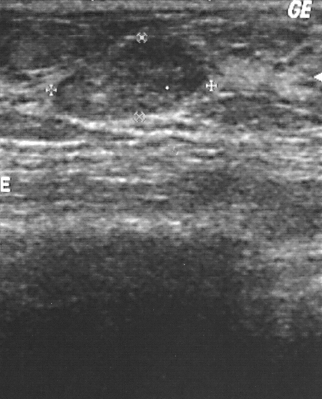
Breast ultrasound image.
A lesion is seen. Assessment: BI-RADS 2. Biopsy showed fibroadenoma, a benign finding.